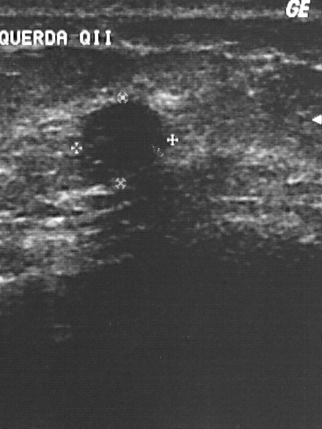
Imaging: breast US.
A breast lesion is seen. BI-RADS category 2. Pathology confirmed benign fibroadenoma.